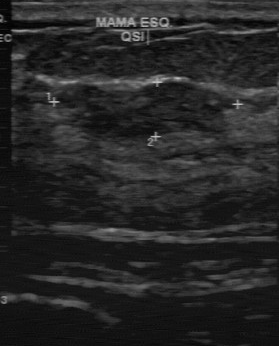
Breast sonogram. Scanner: GE Logiq 7 @10-14MHz.
Pixel coordinates (x1, y1, x2, y2): The finding is located within the bounding box (54,83)-(228,141). The finding is benign on biopsy or follow-up.